Modality: B-mode breast ultrasound.
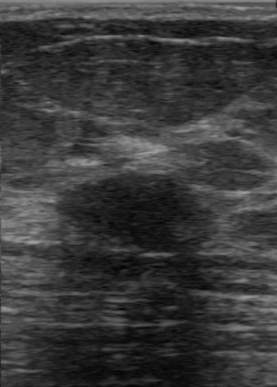
Mass: benign on biopsy or follow-up. (BI-RADS category 3.)